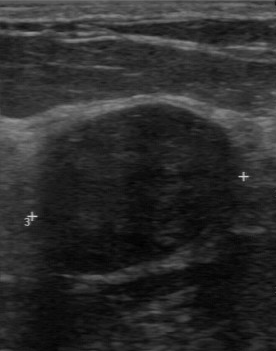
Imaging: breast ultrasound. Scanner: GE Logiq 7 @10-14MHz.
The breast lesion was assessed as BI-RADS 3 by the original reader. Findings on the second read (an independent reader): a hypoechoic breast lesion, margin regular, boundary clear. Calcifications: none. Histopathology: fibroadenoma (benign).